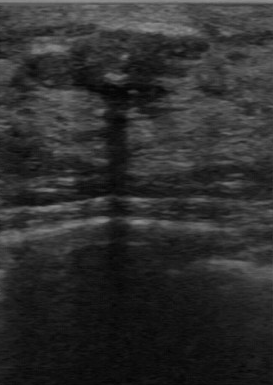
Modality: breast ultrasound image.
(coordinates in a 273x385 pixel frame) The finding is located within the bounding box (28,29)-(168,100).